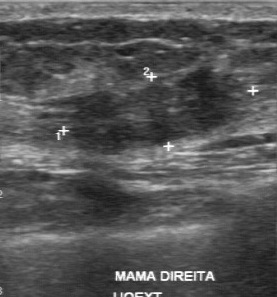
Breast ultrasound.
The mass is benign on biopsy or follow-up. (BI-RADS category 4.)